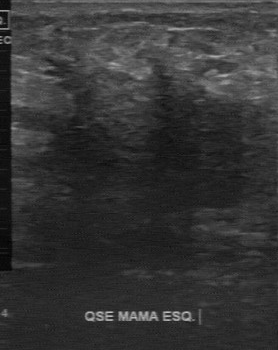
Modality: breast ultrasound.
The lesion was assessed as BI-RADS 5 by the original reader. On a second, independent read, a lesion with an irregular margin and an unclear boundary is seen; it is slightly hypoechoic. Biopsy showed invasive ductal carcinoma, a malignant finding.